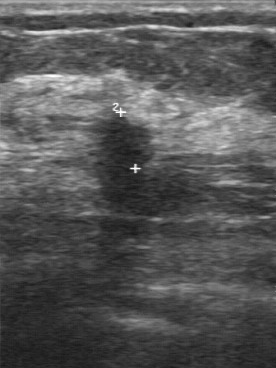
Breast ultrasound image.
Breast ultrasound image findings:
- BI-RADS assessment: 5
- outcome on biopsy or follow-up: malignant
- biopsy result: invasive ductal carcinoma